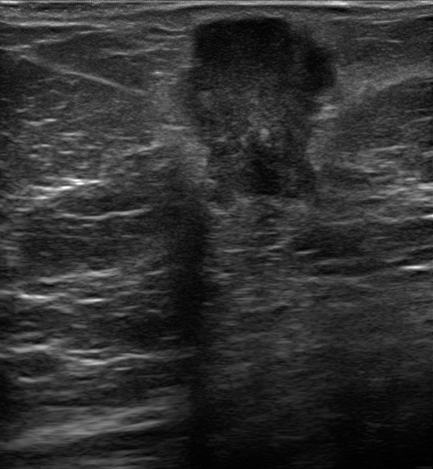
Patient age: 80. Modality: B-mode breast ultrasound.
Outcome on biopsy or follow-up: malignant. BI-RADS category 5. Biopsy confirmed invasive carcinoma of no special type (NST). Its echo pattern is hypoechoic. The mass appears irregular. Echogenic halo: present. There is no skin thickening. Calcifications: in a mass. Posterior features are combined (shadowing and enhancement). Margin: not circumscribed, angular and indistinct.